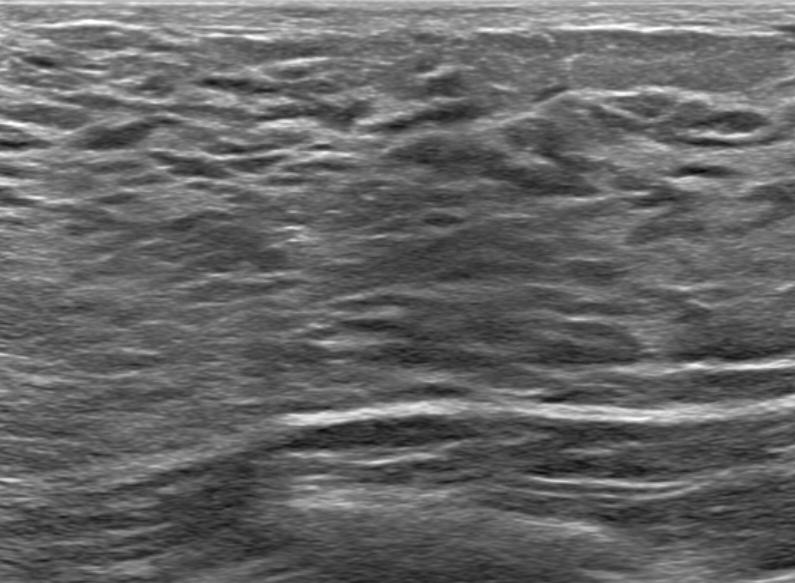
Breast sonogram. Background tissue composition: lactating and homogeneous: fibroglandular.
This breast sonogram shows no focal lesion. Classification: normal.